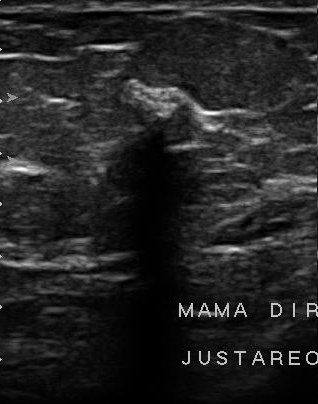
B-mode breast ultrasound.
BI-RADS 4 in the original read. On a second read by an independent reader: The breast lesion has an irregular margin. There are no calcifications. The breast lesion is hypoechoic. Its boundary is unclear. Histopathology: invasive ductal carcinoma (malignant).